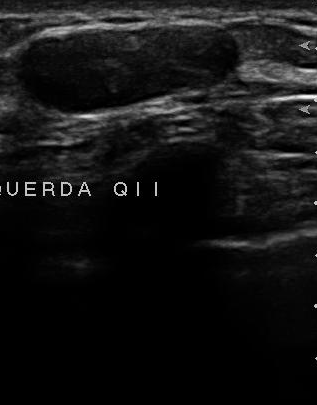
Modality: breast ultrasound scan.
Lesion characteristics:
- independent BI-RADS assessment: 4A
- original BI-RADS: 2